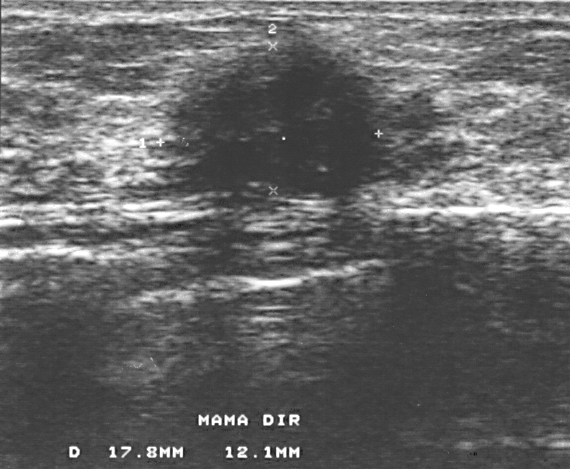
Scanner: GE Logiq 5 @10-12MHz. Imaging: breast US.
Segment the lesion: bounding box 152 42 378 198.